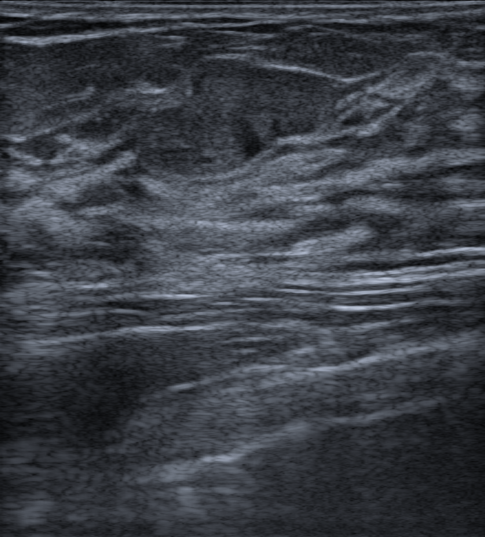
Background echotexture is homogeneous: fibroglandular. Imaging: B-mode breast ultrasound.
The lesion is benign on biopsy or follow-up. (BI-RADS category 4A.)